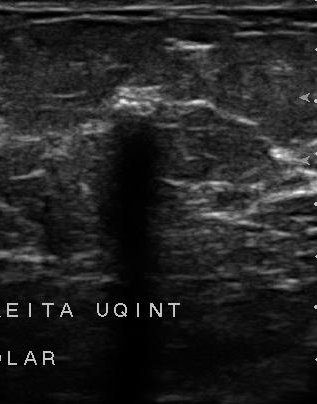
Imaging: breast ultrasound.
Coordinates are pixels in the 317x404 image. The lesion occupies approximately (99,124)-(165,241). The lesion is malignant on biopsy or follow-up. BI-RADS 4.